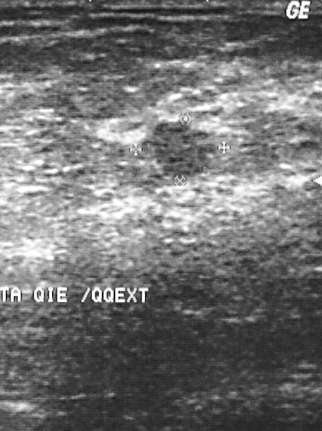
Imaging: breast ultrasound image.
A mass is present on this breast ultrasound image. BI-RADS category 4. The biopsy result was fibroadenoma; the mass is benign.